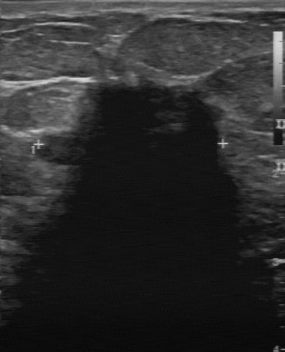
Scanner: GE Logiq 7 @10-14MHz. Modality: B-mode breast ultrasound.
The original reader assigned BI-RADS 5. Descriptors from an independent second read (not the reader who assigned the category): Its boundary is unclear. The mass is hypoechoic. Calcifications: none. The mass has an irregular margin. The biopsy result was invasive ductal carcinoma; the mass is malignant.